Imaging: breast ultrasound.
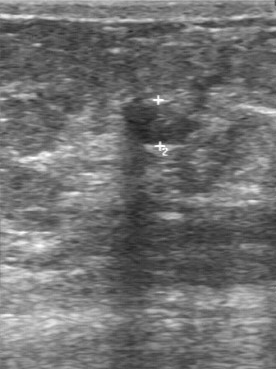
Biopsy or follow-up result: benign.